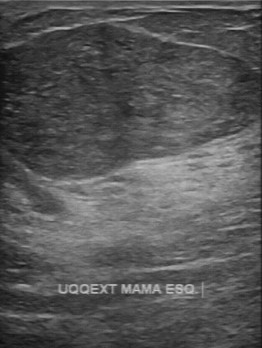
Imaging: breast ultrasound scan.
The original reader assigned BI-RADS 3. A second reader, independent of the original assessment, describes a slightly hypoechoic lesion with a regular margin; the boundary is clear. No calcifications are seen. Pathology confirmed benign fibroadenoma.